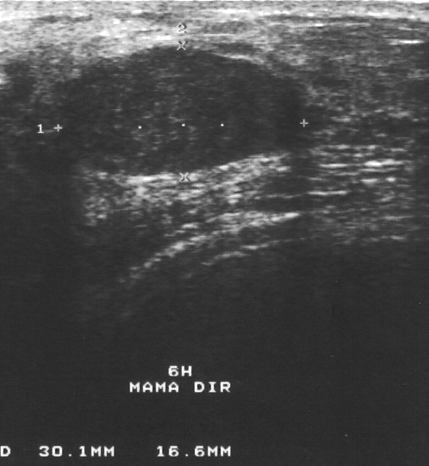
Modality: breast ultrasound scan.
A breast lesion is seen. It was assessed as BI-RADS 3. The biopsy result was fibroadenoma; the breast lesion is benign.